Acquired on GE Logiq 7 @10-14MHz. Modality: breast ultrasound scan.
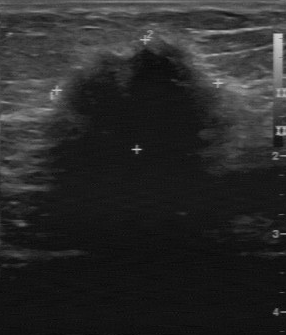
Finding: lesion, malignant on biopsy or follow-up.